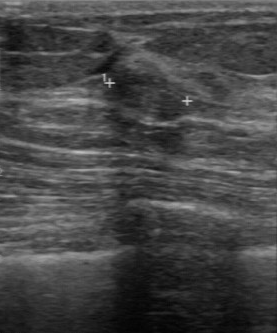
Acquired on GE Logiq 7 @10-14MHz. Imaging: breast ultrasound.
The finding was assessed as BI-RADS 3 by the original reader. Findings on the second read (an independent reader): a hypoechoic finding, margin regular, boundary clear. No calcifications are seen. Histopathology: fibroadenoma (benign).